Acquired on GE Logiq 5 @10-12MHz. Breast ultrasound.
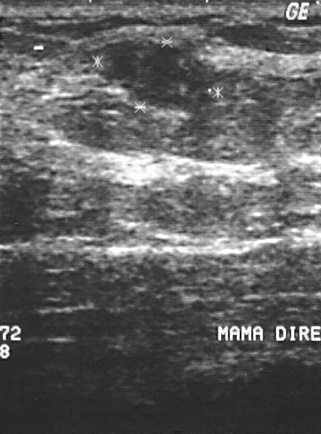
Pixel coordinates (x1, y1, x2, y2): Lesion region of interest: x1=97, y1=41, x2=210, y2=110.